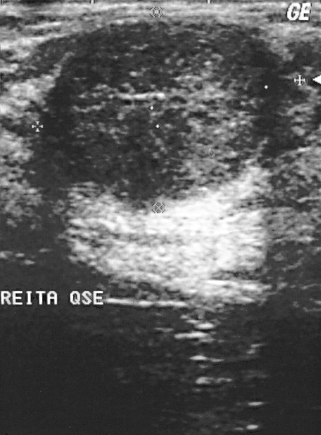
Scanner: GE Logiq 5 @10-12MHz. Imaging: breast ultrasound scan.
A breast lesion is seen. BI-RADS category 2. Pathology confirmed benign fibroadenoma.